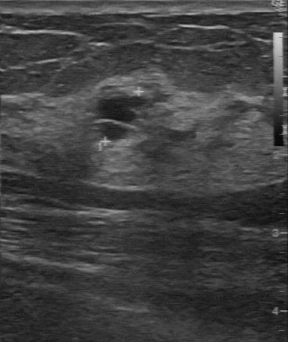
Modality: B-mode breast ultrasound.
Internal echoes: slightly hypoechoic. Lesion boundary: fairly clear. Confirmed outcome (biopsy or follow-up) is benign. No calcifications are seen. Lesion margin is partially regular.